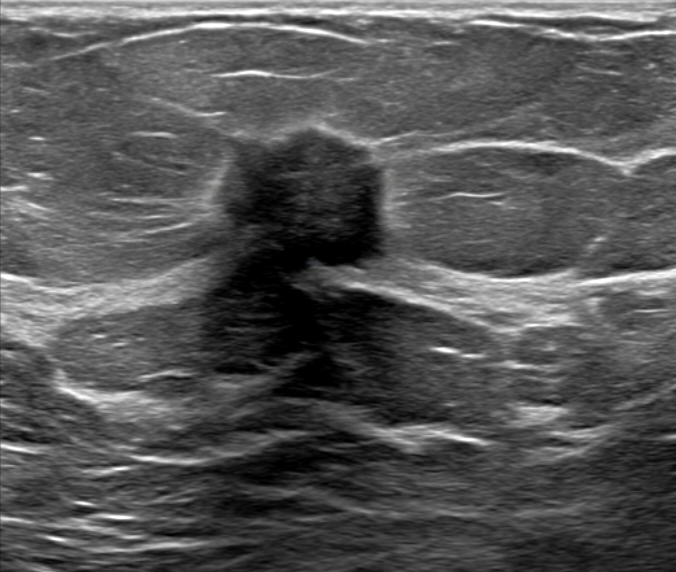
Breast ultrasound image.
Outcome on biopsy or follow-up: malignant.